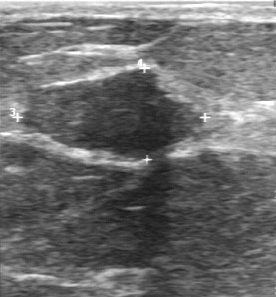
Modality: breast US.
The original reader assigned BI-RADS 2.
Descriptors from an independent second read (not the reader who assigned the category):
Margin: partially regular.
Boundary: fairly clear.
The mass is hypoechoic.
Calcifications: none.
Histopathology: fibroadenoma (benign).